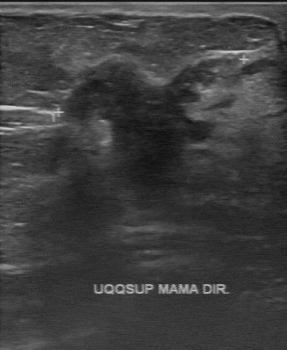
Modality: B-mode breast ultrasound.
Biopsy or follow-up result: malignant.